Scanner: U-Systems @10-14MHz. Imaging: breast sonogram.
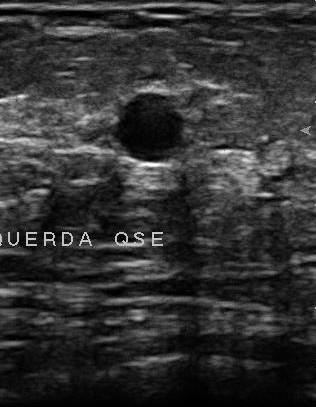
The breast lesion was categorized BI-RADS 2 in the original read. A second, independent read describes the breast lesion as follows. Its boundary is fairly clear. Internally the breast lesion is hypoechoic. No calcifications are seen. Margin: regular. Histopathology: cyst (benign).